Modality: breast ultrasound. Acquired on GE Logiq 7 @10-14MHz.
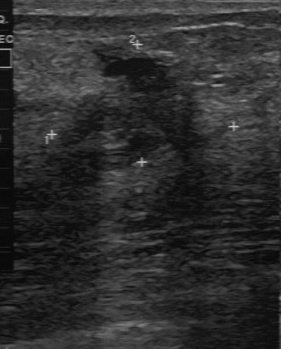
(coordinates in a 281x349 pixel frame) The lesion is located within the bounding box (55, 51) to (220, 170). The lesion is benign on biopsy or follow-up.